Scanner: GE Logiq 5 @10-12MHz. Breast sonogram.
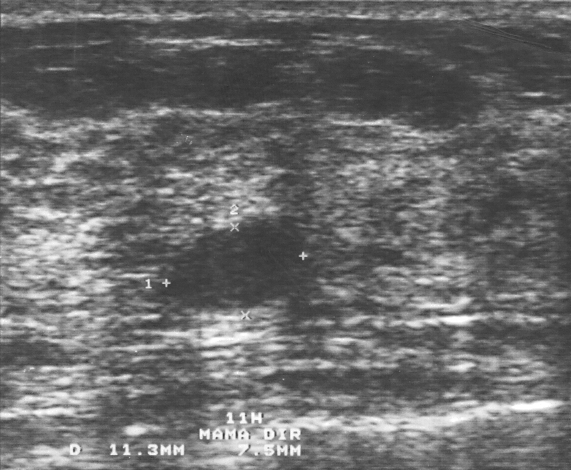
Biopsy or follow-up result: benign. BI-RADS 3.